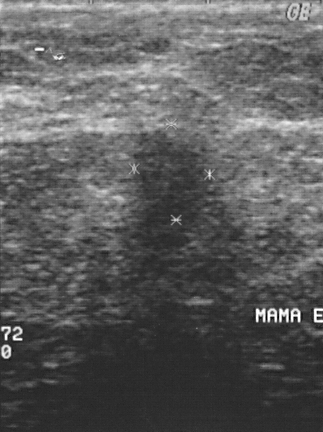
Modality: breast ultrasound scan.
Segment the lesion: bounding box 119 130 220 238.